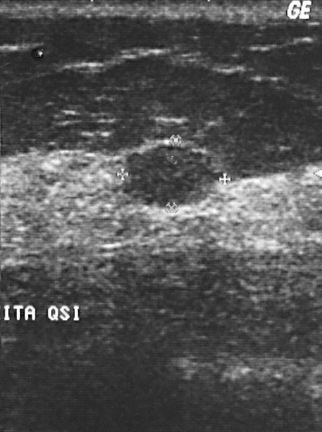
Modality: breast sonogram. Acquired on GE Logiq 5 @10-12MHz.
FINDINGS: Breast sonogram. Biopsy or follow-up result: benign. Biopsy result: fibroadenoma. BI-RADS: 2.
OUTCOME ON BIOPSY OR FOLLOW-UP: benign.